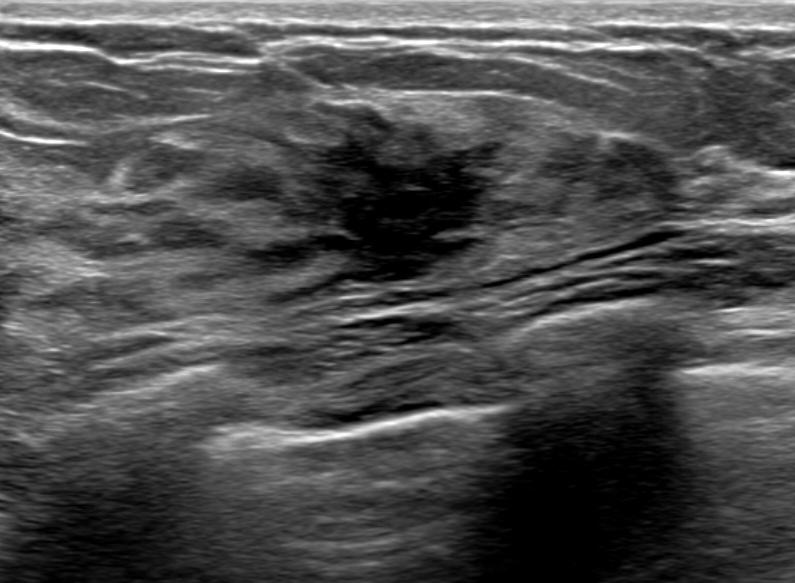
Imaging: B-mode breast ultrasound.
Coordinates are pixels in the 795x583 image. The finding occupies approximately (253, 99) to (508, 303). The finding is malignant on biopsy or follow-up. BI-RADS 4C.